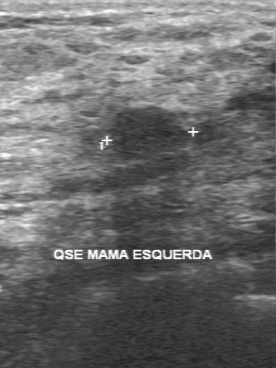
Imaging: B-mode breast ultrasound. Acquired on GE Logiq 7 @10-14MHz.
FINDINGS: BI-RADS: 3.
OUTCOME ON BIOPSY OR FOLLOW-UP: benign.